Acquired on GE Logiq 5 @10-12MHz. Breast ultrasound scan.
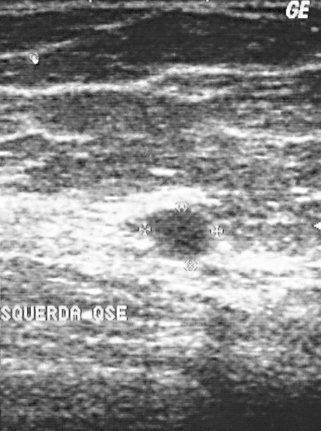
The finding is benign on biopsy or follow-up.
BI-RADS category 2.
Histopathology: cyst (benign).